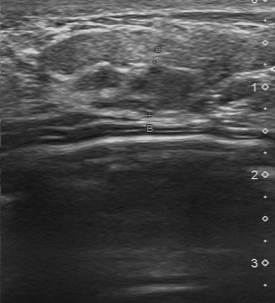
Modality: breast ultrasound.
BI-RADS 4 in the original read; on a second read the margin is partially regular, the boundary somewhat unclear and the finding slightly hypoechoic. No calcifications are seen. The biopsy result was lobular carcinoma in situ; the finding is malignant.